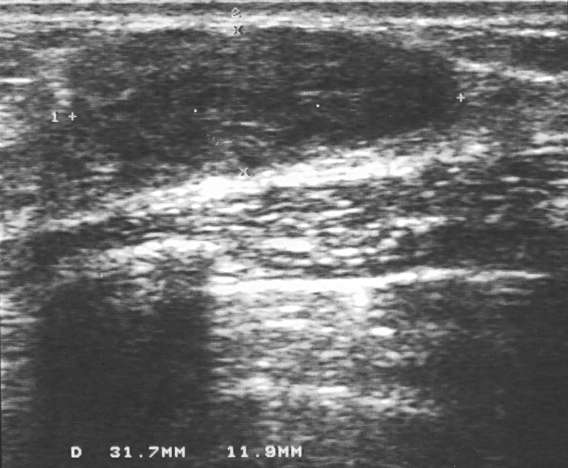
B-mode breast ultrasound.
A lesion is seen. BI-RADS category 3. Pathology confirmed benign fibroadenoma.